B-mode breast ultrasound.
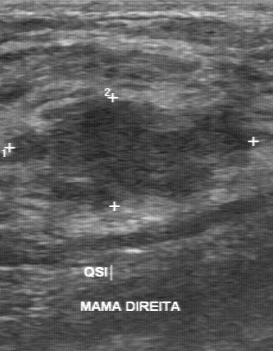
The original reader assigned BI-RADS 3. On a second, independent read, a mass with an irregular margin and an unclear boundary is seen; it is slightly hypoechoic. Histopathology: fibrocystic changes (benign).